Modality: breast US.
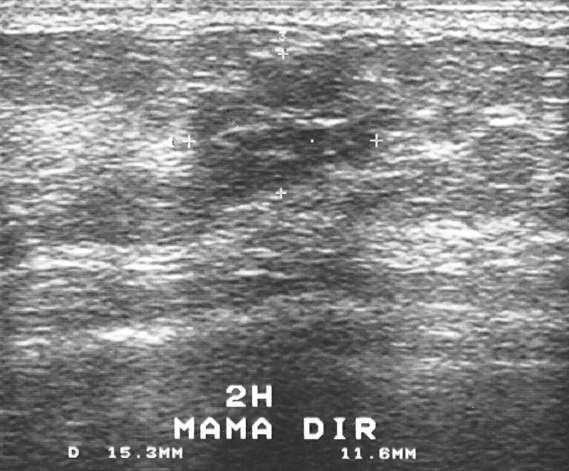
Biopsy or follow-up result: benign. BI-RADS 4.